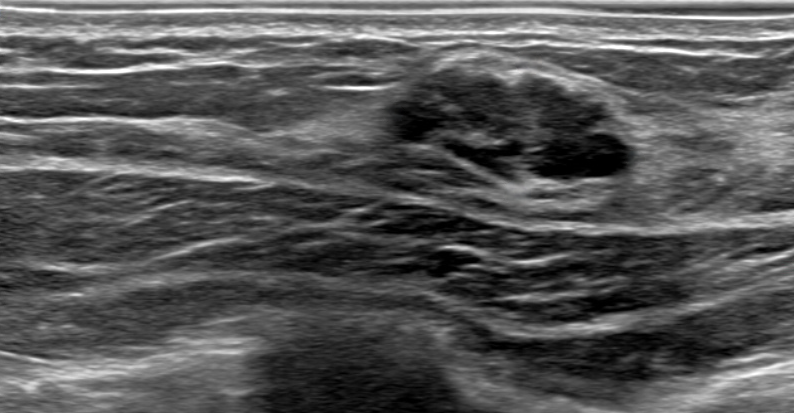
Background echotexture is heterogeneous: predominantly fibroglandular. Breast ultrasound image.
Breast ultrasound image findings:
- echogenicity: heterogeneous
- calcifications: absent
- echogenic halo: none
- BI-RADS: 4B
- differential: Dysplasia; Fibroadenoma
- posterior features: none
- borders: not circumscribed - microlobulated
- skin thickening: none
- verification: confirmed by biopsy
- lesion shape: irregular